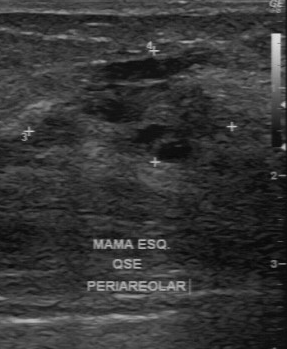
Breast ultrasound image.
Pixel coordinates (x1, y1, x2, y2): Lesion region of interest: [33, 59, 229, 164]. The lesion is benign on biopsy or follow-up. BI-RADS 4.